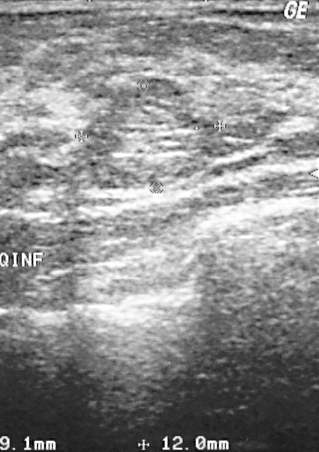
Imaging: breast US.
This breast US shows a lesion, benign on biopsy or follow-up. BI-RADS 2.